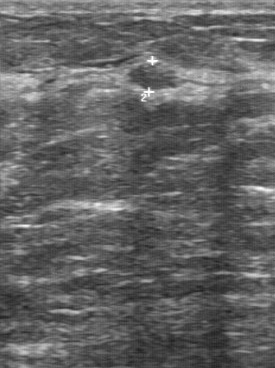
Breast sonogram.
The lesion was assessed as BI-RADS 4 by the original reader. The following findings are from a second reader, independent of the original assessment. Margin: regular. Its boundary is clear. The lesion is slightly hypoechoic. There are no calcifications. Histopathology: fibroadenoma (benign).